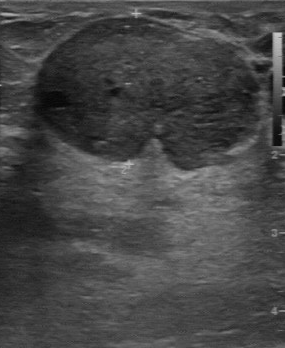
Imaging: breast ultrasound scan.
Breast ultrasound scan findings:
- BI-RADS on independent re-read: 4A